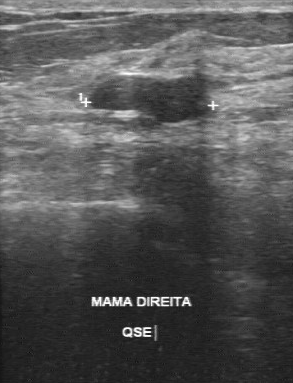
Modality: breast ultrasound image.
BI-RADS assessment is 3.